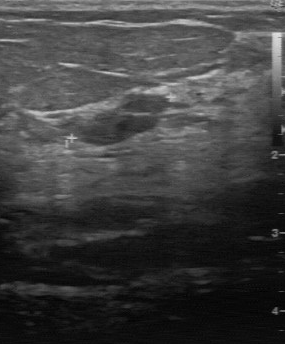
Imaging: breast sonogram.
Calcifications are absent. The echogenicity is slightly hypoechoic. Contour: regular. Lesion boundary is clear.